Imaging: breast ultrasound scan.
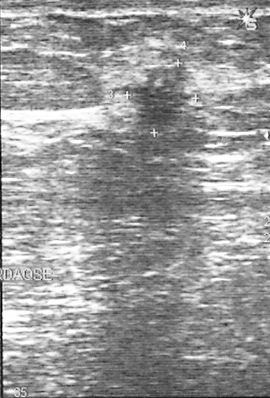
The breast lesion is located within the bounding box (110, 63) to (196, 134). The breast lesion is malignant on biopsy or follow-up. BI-RADS 4.